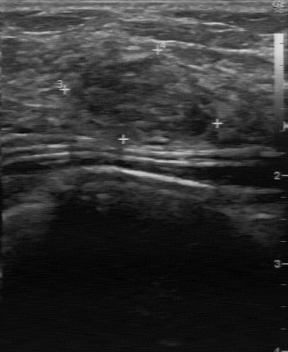
Breast ultrasound image. Scanner: GE Logiq 7 @10-14MHz.
Biopsy or follow-up result: benign.